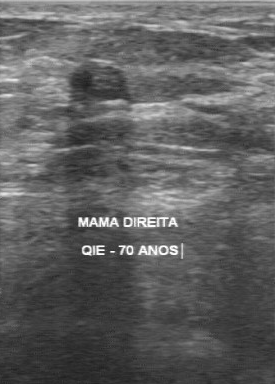
Breast ultrasound scan.
The original reader assigned BI-RADS 3. A second reader, independent of the original assessment, describes a hypoechoic mass with a regular margin; the boundary is clear. Histopathology: hyperplasia (benign).